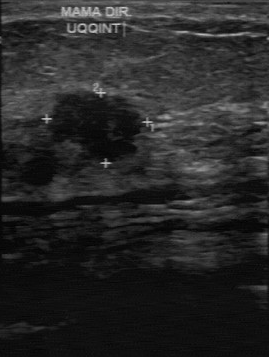
Modality: breast ultrasound image. Scanner: GE Logiq 7 @10-14MHz.
FINDINGS: Calcifications: none. Biopsy or follow-up result: malignant. BI-RADS on independent re-read: 4B. Lesion boundary: somewhat unclear.
OUTCOME ON BIOPSY OR FOLLOW-UP: malignant.